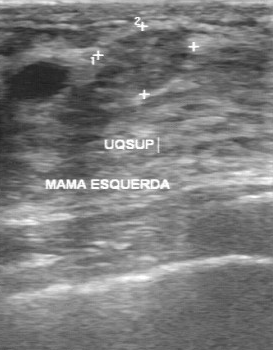
Modality: breast ultrasound scan.
Echogenicity: slightly hypoechoic. Calcifications: absent. Margin: regular. Lesion boundary: fairly clear.
OUTCOME ON BIOPSY OR FOLLOW-UP: benign.